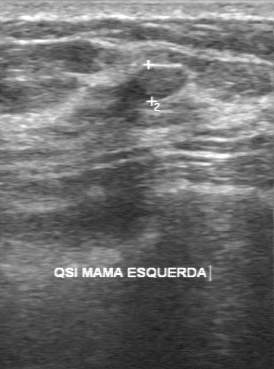
Breast ultrasound. Acquired on GE Logiq 7 @10-14MHz.
This breast ultrasound shows a breast lesion with confirmed outcome (biopsy or follow-up): benign, BI-RADS: 3.